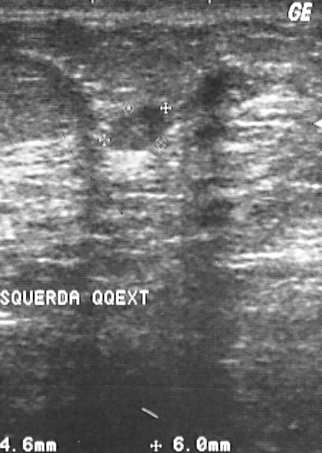
Imaging: breast ultrasound. Acquired on GE Logiq 5 @10-12MHz.
This breast ultrasound shows a mass, benign on biopsy or follow-up. BI-RADS 2.